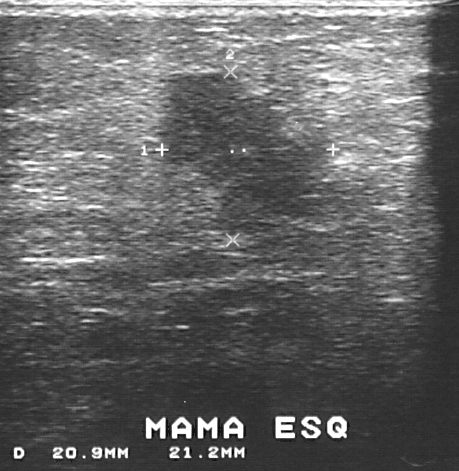
Imaging: breast US.
The biopsy result was invasive ductal carcinoma; the breast lesion is malignant. BI-RADS category 4. Outcome on biopsy or follow-up: malignant.